Modality: breast ultrasound scan. Patient age: 42.
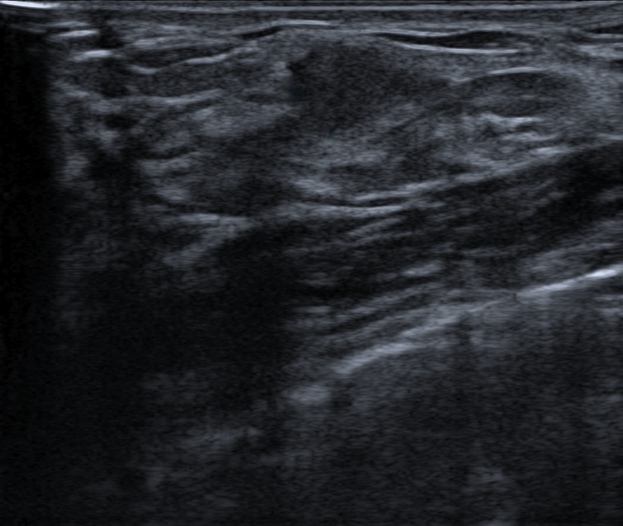
Posterior features: none. There is no echogenic halo. There are no calcifications. Margins are not circumscribed, with indistinct features. The finding is hypoechoic. There is no skin thickening. It has an irregular shape. The finding is assessed as BI-RADS 4B. Biopsy result: Intraductal papilloma; Usual ductal hyperplasia (UDH); Adenosis. This finding proved benign on biopsy or follow-up.